Modality: breast ultrasound.
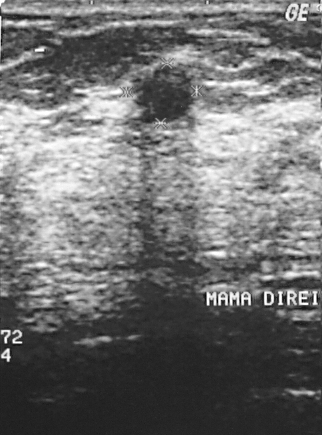
FINDINGS: BI-RADS category: 2.
OUTCOME ON BIOPSY OR FOLLOW-UP: benign.